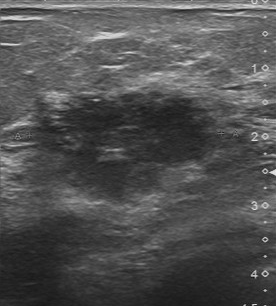
Modality: breast sonogram.
Confirmed outcome (biopsy or follow-up) is malignant. Histopathology is invasive ductal carcinoma. BI-RADS assessment: 5.